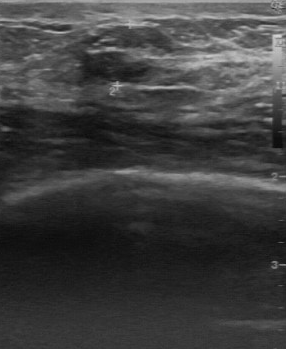
Breast ultrasound.
Internal echoes: slightly hypoechoic. Lesion boundary: fairly clear. Contour is partially regular. Calcifications are absent.